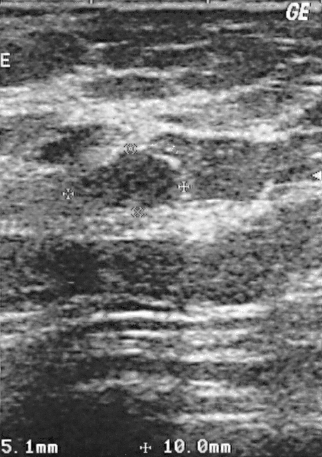
Imaging: breast ultrasound image.
(coordinates in a 322x457 pixel frame) The breast lesion occupies approximately [76, 151, 179, 210]. The breast lesion is benign on biopsy or follow-up.